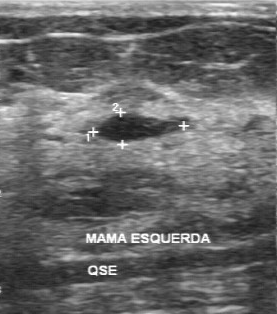
Breast sonogram.
This breast sonogram shows a mass, benign on biopsy or follow-up. (BI-RADS category 2.)